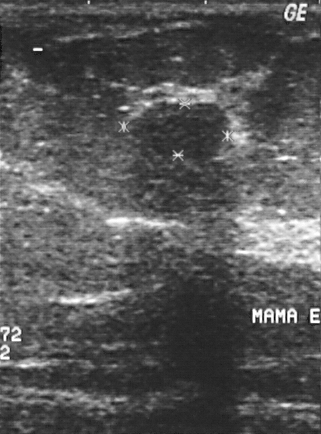
Imaging: breast ultrasound. Acquired on GE Logiq 5 @10-12MHz.
Pathology confirmed fibroadenoma. This mass proved benign on biopsy or follow-up. The mass is assessed as BI-RADS 2.